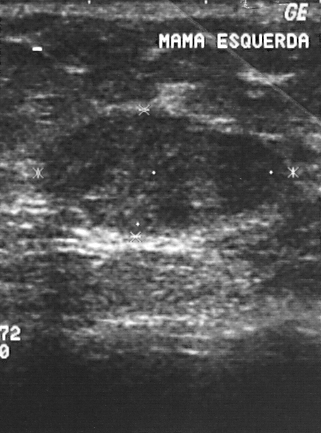
Scanner: GE Logiq 5 @10-12MHz. Imaging: breast ultrasound image.
(coordinates in a 321x433 pixel frame) Lesion region of interest: top-left (46, 114), bottom-right (287, 236).